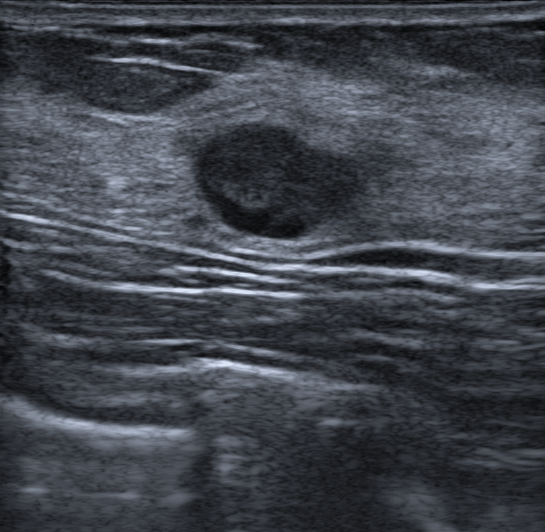
Patient age: 26. Background echotexture is homogeneous: fibroglandular. Breast ultrasound.
Differential on reading: Fibroadenoma. Assigned BI-RADS 4A. Shape: oval. Margins are circumscribed. The lesion has a complex cystic and solid echo pattern. Posterior features: none. There is no echogenic halo. No calcifications are seen. Skin thickening: none.